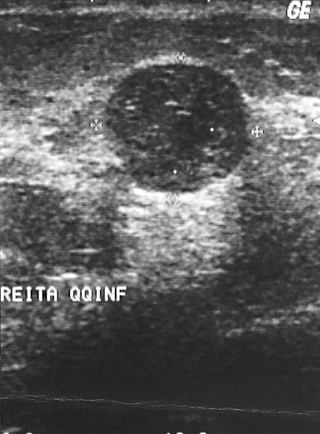
Breast ultrasound image. Acquired on GE Logiq 5 @10-12MHz.
A finding is seen with BI-RADS assessment: 2, confirmed outcome (biopsy or follow-up): benign.